Breast US.
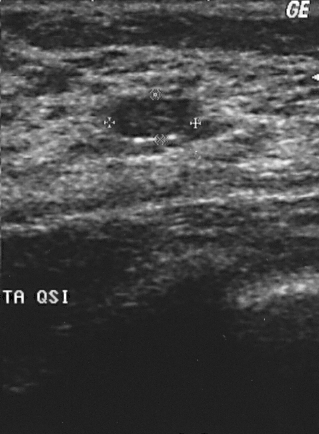
Pixel coordinates (x1, y1, x2, y2): Segment the breast lesion: bounding box top-left (114, 96), bottom-right (186, 138). BI-RADS 2.